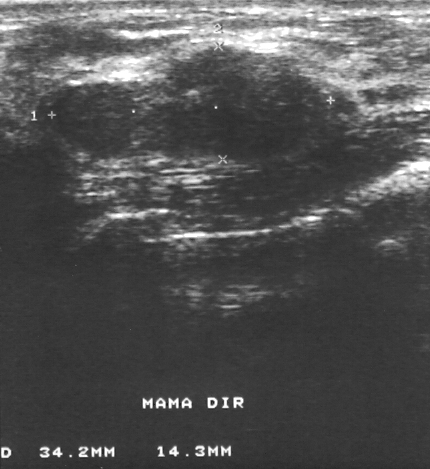
Acquired on GE Logiq 5 @10-12MHz. Modality: breast US.
Lesion: benign on biopsy or follow-up.